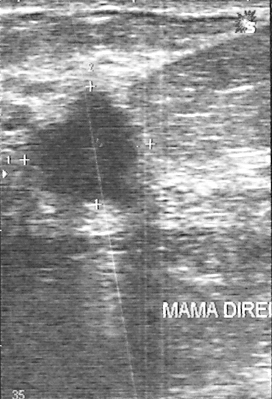
Breast sonogram.
This breast sonogram shows a breast lesion, malignant on biopsy or follow-up.